Modality: breast ultrasound scan.
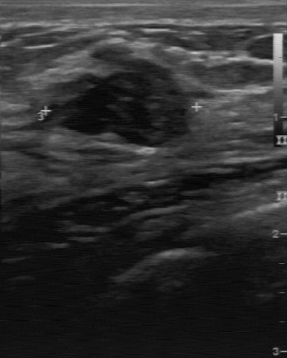
Lesion characteristics:
- contour: irregular
- boundary: unclear
- echo pattern: hypoechoic
- histopathology: fibroadenoma
- calcifications: none